Imaging: B-mode breast ultrasound.
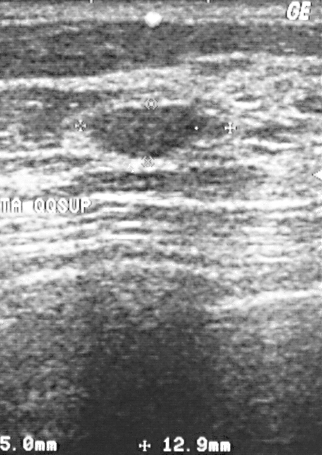
This B-mode breast ultrasound shows a finding. It was assessed as BI-RADS 2. The biopsy result was fibroadenoma; the finding is benign.